Imaging: breast sonogram.
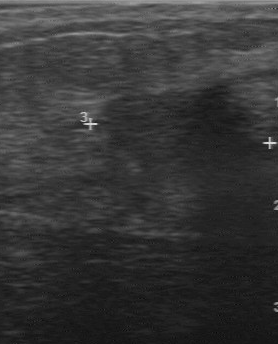
Margin is regular. Calcifications are absent. Boundary: fairly clear. Echo pattern is hypoechoic.